Modality: breast ultrasound scan.
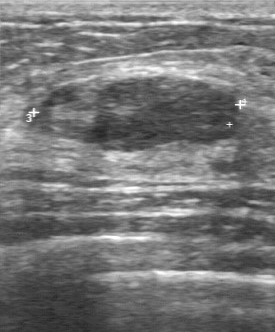
Coordinates are pixels in the 275x332 image. Segment the lesion: bounding box x1=27, y1=74, x2=243, y2=154.